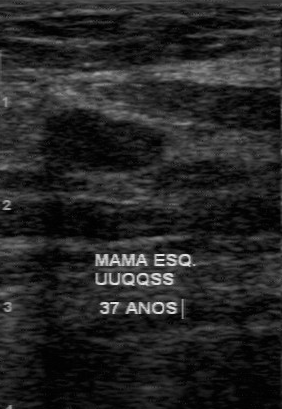
B-mode breast ultrasound.
Biopsy or follow-up result: benign.